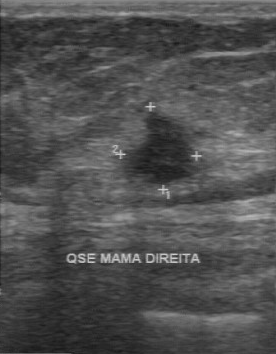
Modality: breast ultrasound image.
Mass: malignant on biopsy or follow-up. (BI-RADS category 4.)